Modality: breast sonogram. Patient age: 70.
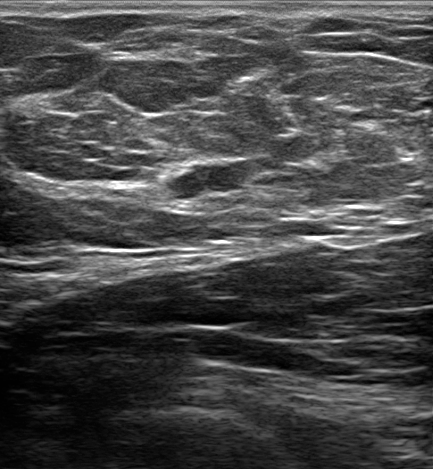
Pixel coordinates (x1, y1, x2, y2): The breast lesion is located within the bounding box top-left (168, 160), bottom-right (250, 208). The breast lesion is malignant on biopsy or follow-up.